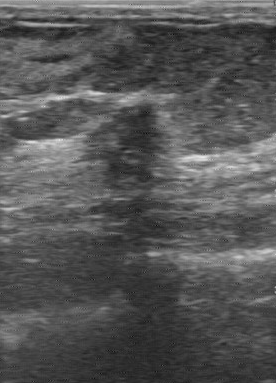
Imaging: breast sonogram.
The breast lesion was categorized BI-RADS 5 in the original read.
On a second read by an independent reader:
The breast lesion has an irregular margin.
Boundary: unclear.
Echo pattern: hypoechoic.
There are no calcifications.
The biopsy result was invasive ductal carcinoma; the breast lesion is malignant.